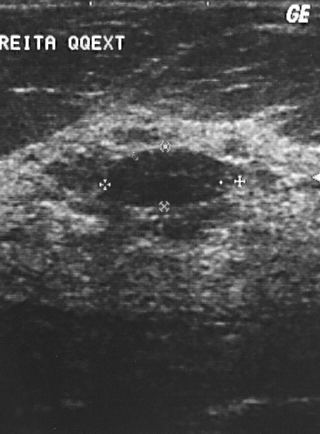
Breast sonogram.
The finding is benign on biopsy or follow-up. Assigned BI-RADS 2. Biopsy showed fibroadenoma.